Breast sonogram.
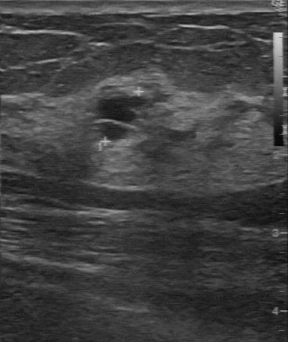
The finding is benign on biopsy or follow-up.